B-mode breast ultrasound.
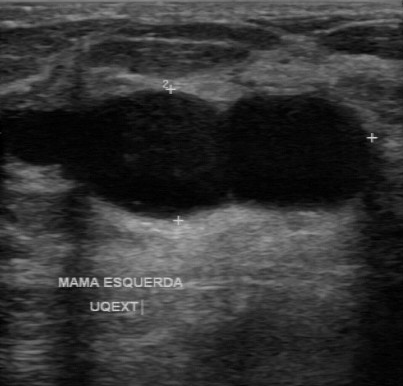
Coordinates are pixels in the 403x386 image. The lesion occupies approximately (73, 89) to (375, 217). The lesion is benign on biopsy or follow-up.